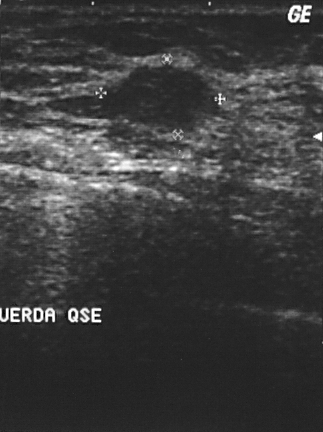
Imaging: breast ultrasound scan. Scanner: GE Logiq 5 @10-12MHz.
Pixel coordinates (x1, y1, x2, y2): Segment the lesion: bounding box [113, 66, 210, 131]. The lesion is benign on biopsy or follow-up.